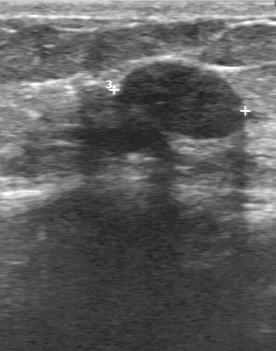
Acquired on GE Logiq 7 @10-14MHz. Modality: breast ultrasound scan.
BI-RADS 3 in the original read; on a second read the margin is regular, the boundary clear and the finding hypoechoic. Biopsy showed fibroadenoma, a benign finding.